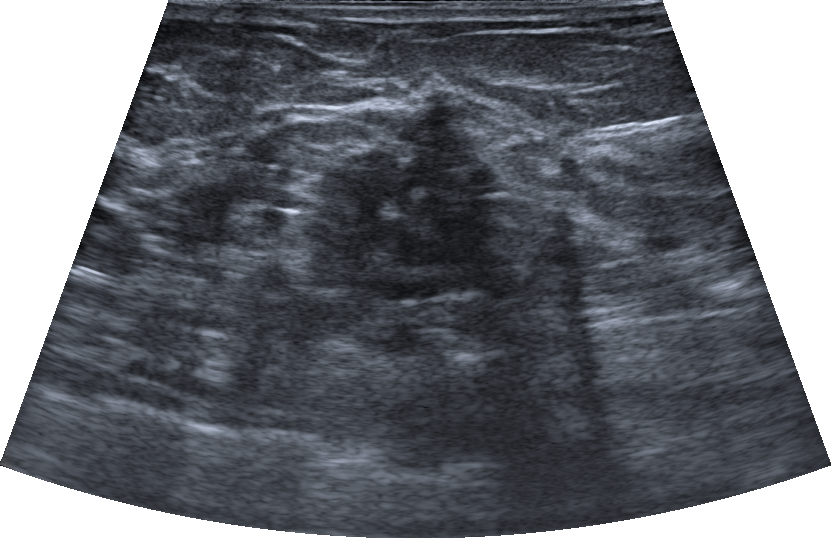
68-year-old patient. Background tissue composition: heterogeneous: predominantly fat. Imaging: breast ultrasound image.
(coordinates in a 831x538 pixel frame) Lesion region of interest: [303, 92, 524, 306]. BI-RADS 5.